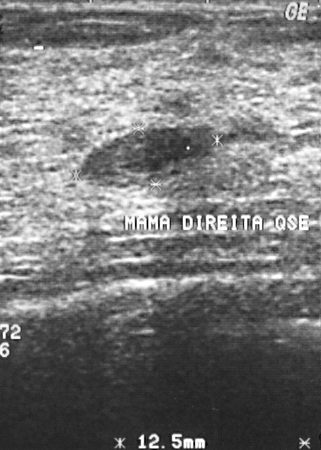
Modality: breast sonogram.
Biopsy showed fibroadenoma. BI-RADS category 2. Outcome on biopsy or follow-up: benign.